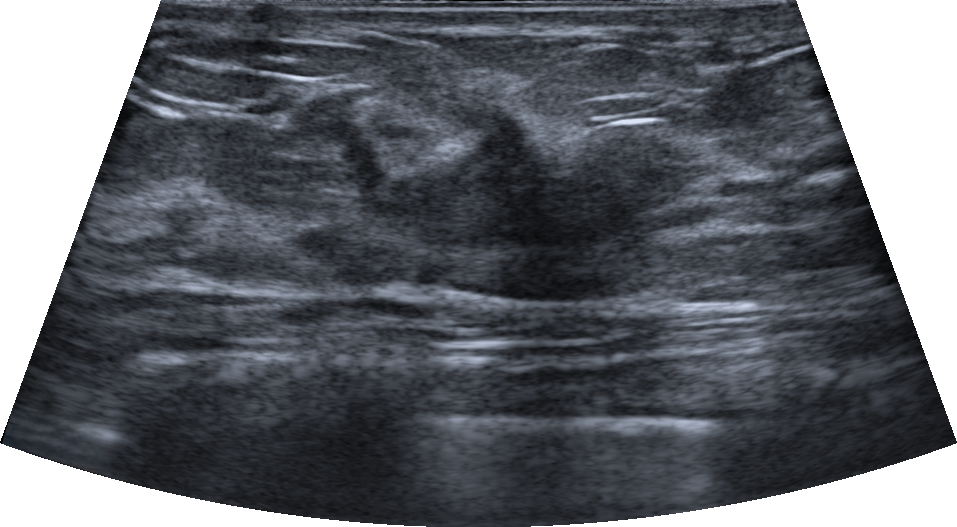
Imaging: B-mode breast ultrasound.
Biopsy or follow-up result: benign. BI-RADS 4C.